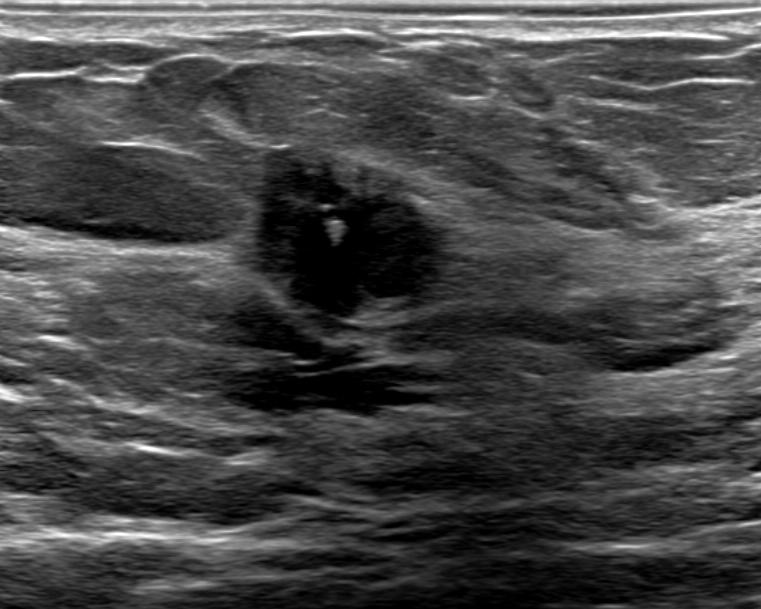
Breast ultrasound.
The breast lesion is malignant on biopsy or follow-up. BI-RADS 5.